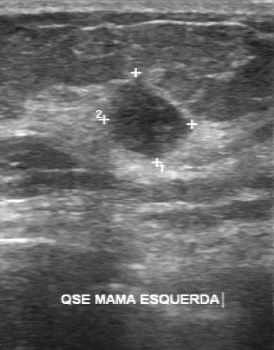
B-mode breast ultrasound.
Echogenicity: slightly hypoechoic. The biopsy result is invasive ductal carcinoma. The margin is regular. Calcifications are absent. The boundary is clear.